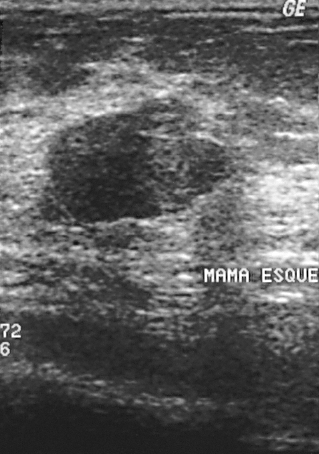
Imaging: breast ultrasound scan.
This breast ultrasound scan shows a lesion. Assessment: BI-RADS 2. Histopathology: fibroadenoma (benign).